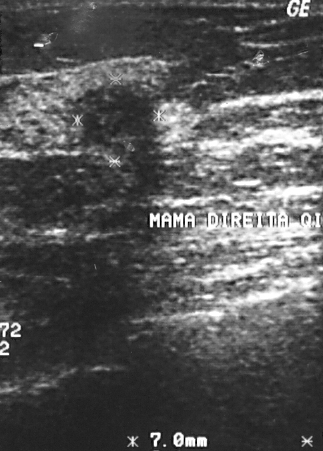
Scanner: GE Logiq 5 @10-12MHz. Breast ultrasound.
Lesion characteristics:
- biopsy or follow-up result: malignant
- biopsy result: invasive ductal carcinoma
- BI-RADS category: 4